Imaging: breast ultrasound.
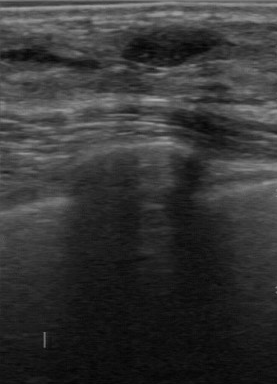
Outcome on biopsy or follow-up: benign. BI-RADS assessment: 2.
OUTCOME ON BIOPSY OR FOLLOW-UP: benign.